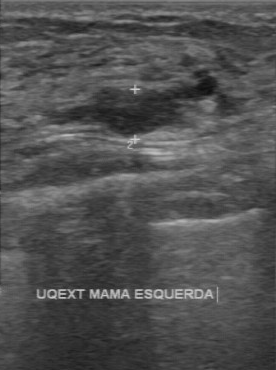
Modality: B-mode breast ultrasound.
Original-read BI-RADS category: 4.
Descriptors from an independent second read (not the reader who assigned the category):
Calcifications: none.
Internally the lesion is hypoechoic.
The margin is regular.
Boundary: clear.
Histopathology: hyperplasia (benign).